Imaging: breast ultrasound image.
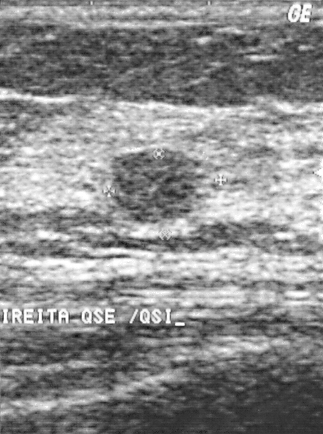
Pixel coordinates (x1, y1, x2, y2): Mass bounding box: x1=109, y1=149, x2=200, y2=221.